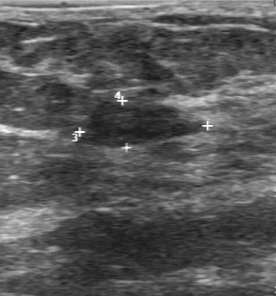
Imaging: breast sonogram.
Original-read BI-RADS category: 2. Findings on the second read (an independent reader): a slightly hypoechoic lesion, margin regular, boundary fairly clear. Calcifications: none. The biopsy result was fibroadenoma; the lesion is benign.